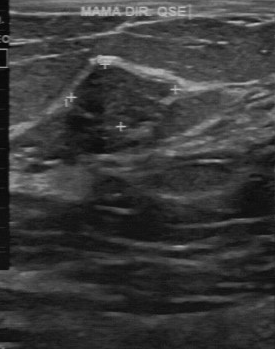
Modality: B-mode breast ultrasound.
A lesion is seen with second-reader BI-RADS: 3, original BI-RADS: 3.